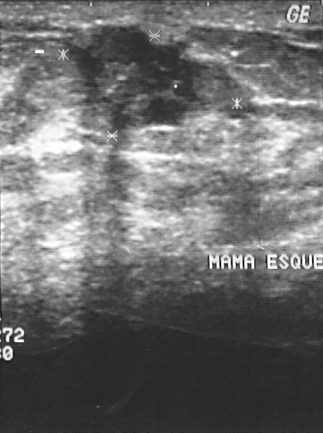
Modality: breast US.
Lesion characteristics:
- confirmed outcome (biopsy or follow-up): benign
- BI-RADS assessment: 4